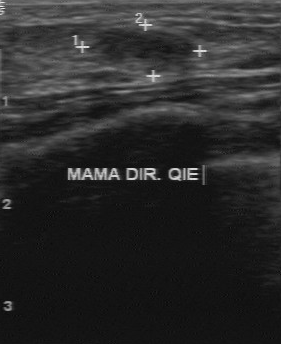
Breast ultrasound. Scanner: GE Logiq 7 @10-14MHz.
The lesion is benign on biopsy or follow-up. BI-RADS 2.